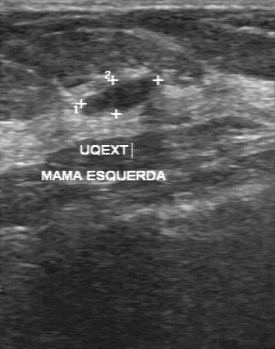
Modality: breast ultrasound scan.
Breast lesion: benign on biopsy or follow-up. (BI-RADS category 3.)